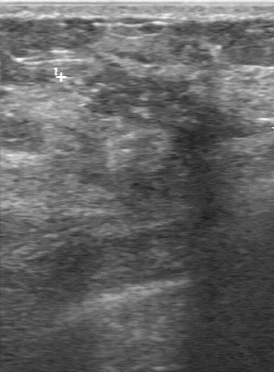
Imaging: breast US.
(coordinates in a 274x372 pixel frame) The mass is located within the bounding box top-left (79, 65), bottom-right (258, 221). The mass is malignant on biopsy or follow-up.